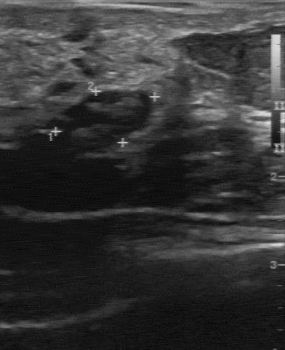
Modality: breast ultrasound scan.
A breast lesion is seen with regular margin, clear boundary, heterogeneous echo pattern, calcifications: absent.